Imaging: breast ultrasound image.
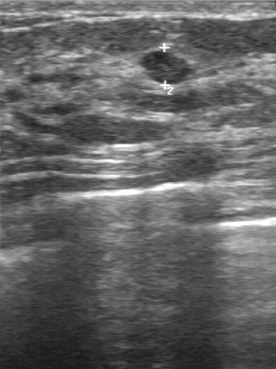
- boundary: clear
- outcome on biopsy or follow-up: benign
- calcifications: absent
- lesion margin: regular
- echogenicity: slightly hypoechoic